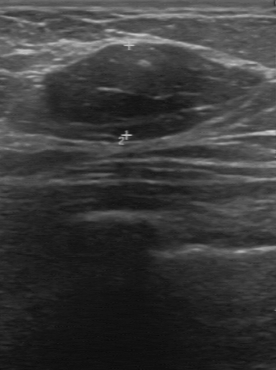
Modality: B-mode breast ultrasound.
Biopsy or follow-up result: benign.